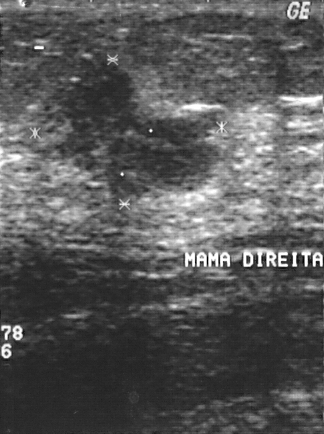
Scanner: GE Logiq 5 @10-12MHz. Modality: breast US.
Finding: lesion, malignant on biopsy or follow-up. (BI-RADS category 4.)